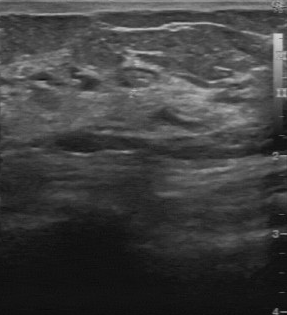
Imaging: breast ultrasound image.
The mass was categorized BI-RADS 2 in the original read. On a second read by an independent reader: The mass has a regular margin. Its boundary is clear. Internally the mass is slightly hypoechoic. No calcifications are seen. The biopsy result was cyst; the mass is benign.